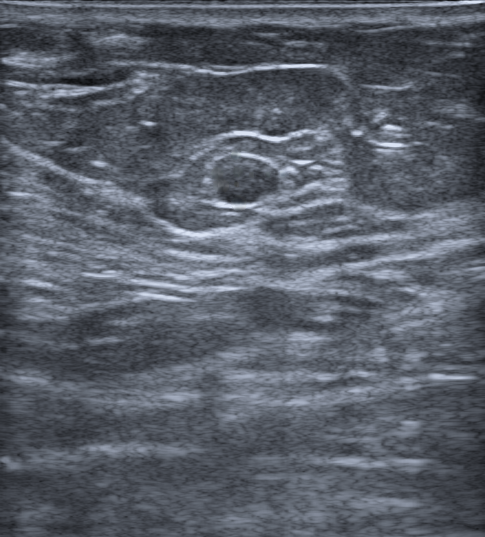
Breast sonogram.
Outcome on biopsy or follow-up: benign. BI-RADS 2.